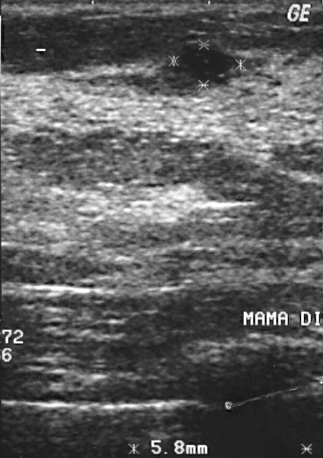
Modality: B-mode breast ultrasound.
(coordinates in a 323x458 pixel frame) The lesion is located within the bounding box 178 46 233 82. The lesion is benign on biopsy or follow-up.